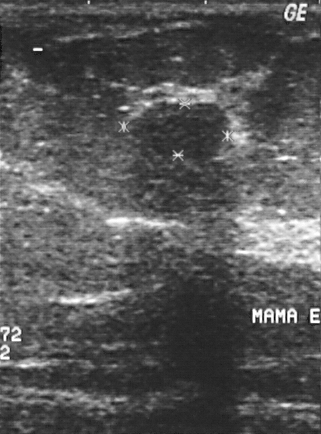
Breast sonogram. Acquired on GE Logiq 5 @10-12MHz.
A mass is seen. BI-RADS category 2. The biopsy result was fibroadenoma; the mass is benign.